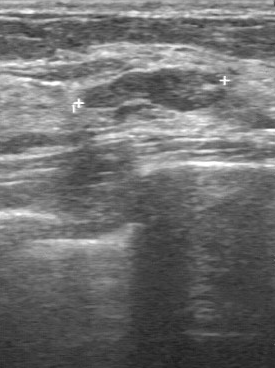
Imaging: breast ultrasound. Scanner: GE Logiq 7 @10-14MHz.
Lesion characteristics:
- BI-RADS assessment: 3
- confirmed outcome (biopsy or follow-up): benign